Scanner: GE Logiq 7 @10-14MHz. Modality: B-mode breast ultrasound.
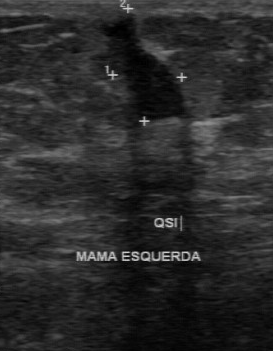
BI-RADS 4 in the original read. Descriptors from an independent second read (not the reader who assigned the category): The lesion has an irregular margin. Boundary: clear. Echo pattern: slightly hypoechoic. No calcifications are seen. Histopathology: invasive ductal carcinoma (malignant).